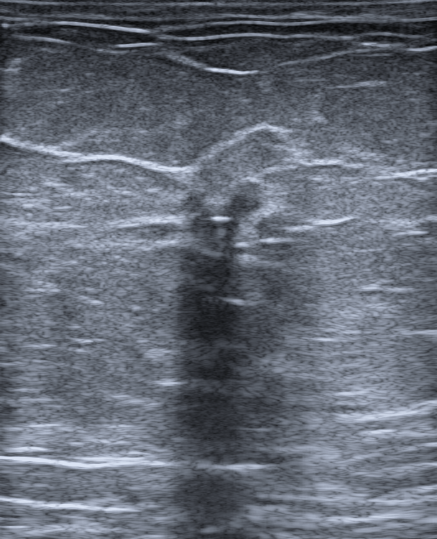
B-mode breast ultrasound. 61-year-old patient.
The lesion is irregular in shape. The margin is not circumscribed (indistinct). An echogenic halo is present. There is posterior acoustic shadowing. Skin thickening: none. No calcifications are seen. The lesion is hypoechoic. The lesion is assessed as BI-RADS 5. The lesion is benign on biopsy or follow-up. Biopsy result: Atypical lobular hyperplasia (ALH).